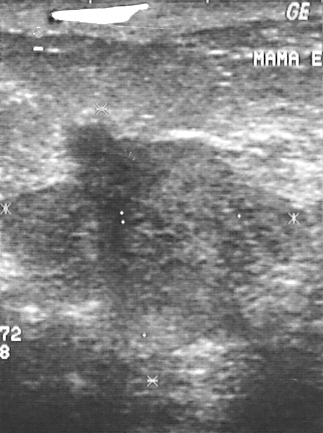
B-mode breast ultrasound.
Pixel coordinates (x1, y1, x2, y2): The breast lesion occupies approximately top-left (2, 116), bottom-right (312, 349).